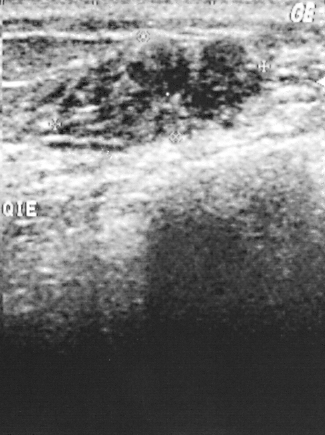
Modality: breast ultrasound.
Histopathology: invasive ductal carcinoma.
Assigned BI-RADS 3.
Biopsy or follow-up result: malignant.